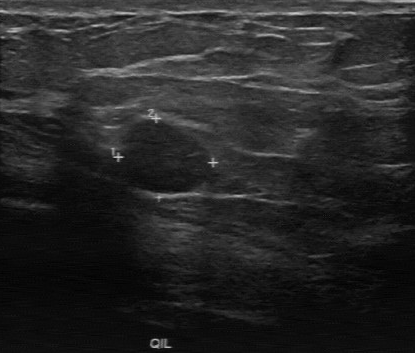
Breast sonogram.
BI-RADS 3 in the original read. Descriptors from an independent second read (not the reader who assigned the category): Echo pattern: hypoechoic. Calcifications: none. Boundary: clear. The margin is regular. Biopsy showed fibroadenoma, a benign finding.